Breast ultrasound scan.
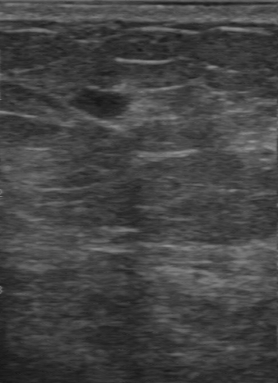
Histopathology is invasive ductal carcinoma. BI-RADS category: 3.